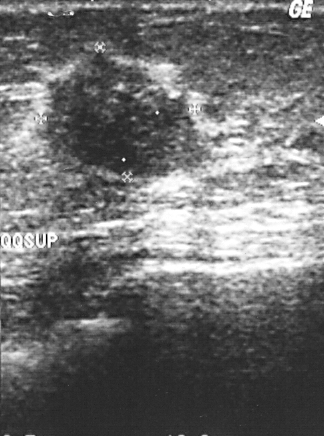
Imaging: breast sonogram.
The biopsy result was invasive ductal carcinoma; the finding is malignant. Assigned BI-RADS 4.